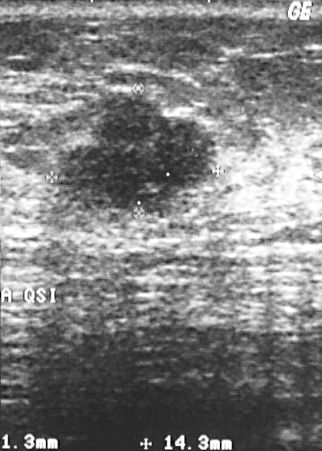
Modality: breast ultrasound image.
Biopsy showed cyst. Assigned BI-RADS 4. Outcome on biopsy or follow-up: benign.